Breast sonogram.
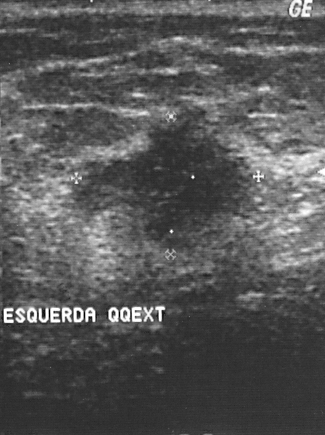
This breast sonogram shows a lesion with biopsy or follow-up result: malignant, BI-RADS: 4.